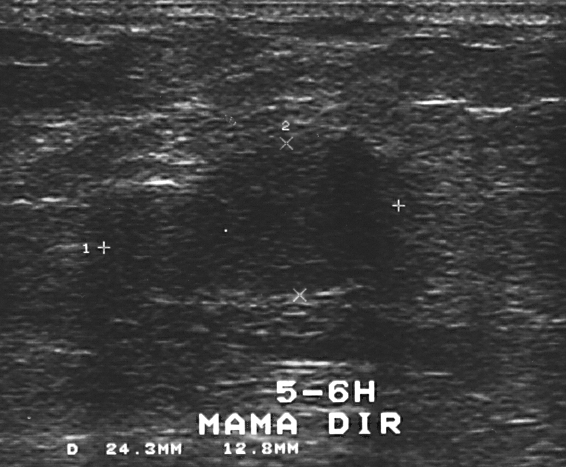
Breast ultrasound.
The breast lesion is benign on biopsy or follow-up. Assigned BI-RADS 3. Histopathology: fibroadenoma (benign).